Imaging: breast US.
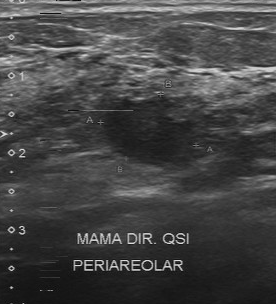
This breast US shows a breast lesion, benign on biopsy or follow-up.